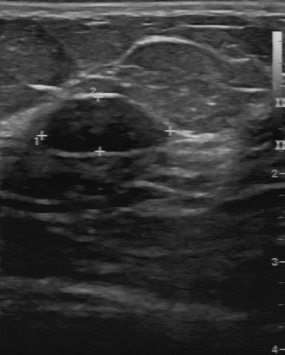
Modality: B-mode breast ultrasound.
B-mode breast ultrasound findings:
- boundary: clear
- BI-RADS on independent re-read: 3